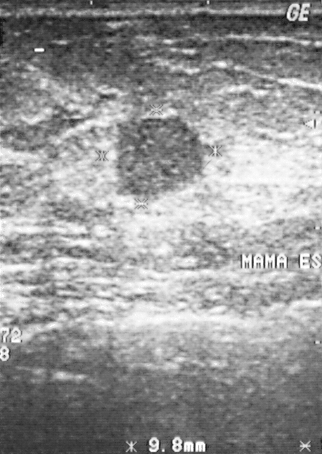
Imaging: breast ultrasound.
A lesion is seen. BI-RADS category 3. The biopsy result was papillary carcinoma; the lesion is malignant.